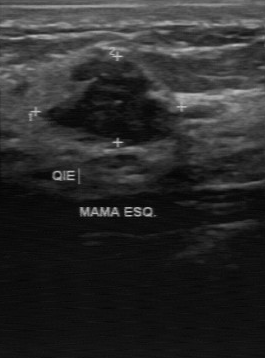
Modality: breast ultrasound.
Coordinates are pixels in the 265x358 image. The lesion occupies approximately (48,59)-(177,142). BI-RADS 3.